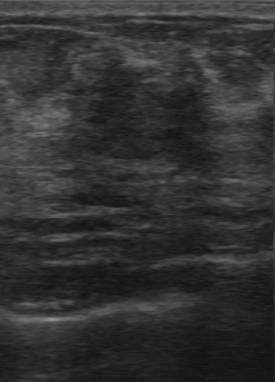
Breast sonogram. Scanner: GE Logiq 7 @10-14MHz.
The pathology is fibrocystic changes. The biopsy or follow-up result is benign. BI-RADS is 3.